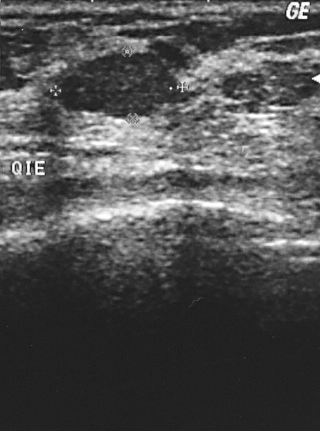
Imaging: breast ultrasound scan.
Lesion: benign on biopsy or follow-up. BI-RADS 2.